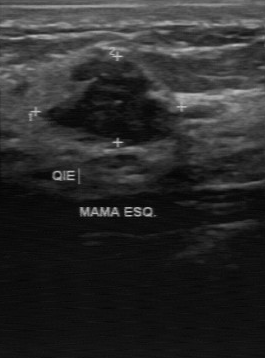
Imaging: breast sonogram.
The original reader assigned BI-RADS 3. On a second read by an independent reader: Margin: irregular. There are no calcifications. Boundary: unclear. Echo pattern: hypoechoic. The biopsy result was fibroadenoma; the finding is benign.